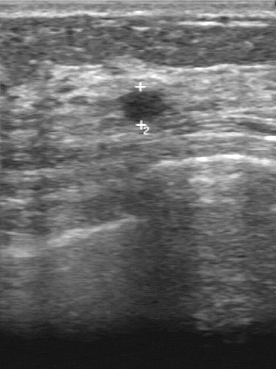
Modality: breast ultrasound image.
FINDINGS: Lesion boundary: clear. Echogenicity: slightly hypoechoic. Biopsy or follow-up result: benign. Contour: regular. Calcifications: none.
OUTCOME ON BIOPSY OR FOLLOW-UP: benign.